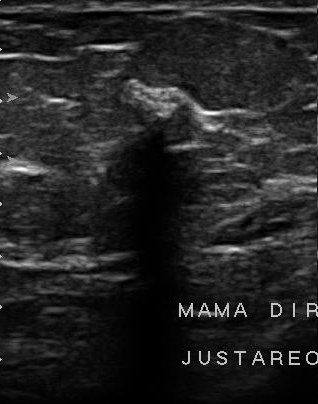
Modality: breast sonogram.
Breast sonogram findings:
- BI-RADS assessment: 4
- biopsy result: invasive ductal carcinoma
- confirmed outcome (biopsy or follow-up): malignant